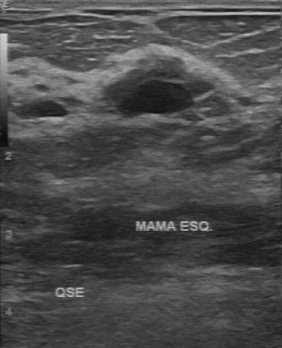
Acquired on GE Logiq 7 @10-14MHz. Breast ultrasound.
The breast lesion was assessed as BI-RADS 2 by the original reader. The following findings are from a second reader, independent of the original assessment. The lesion boundary is fairly clear. Internally the breast lesion is hypoechoic. The breast lesion has a partially regular margin. There are no calcifications. Biopsy showed cyst, a benign finding.